Acquired on GE Logiq 5 @10-12MHz. Imaging: breast ultrasound.
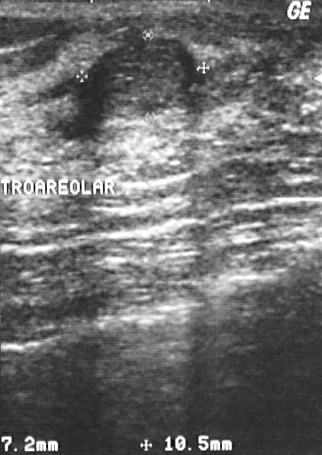
The finding demonstrates BI-RADS category: 3, outcome on biopsy or follow-up: benign.